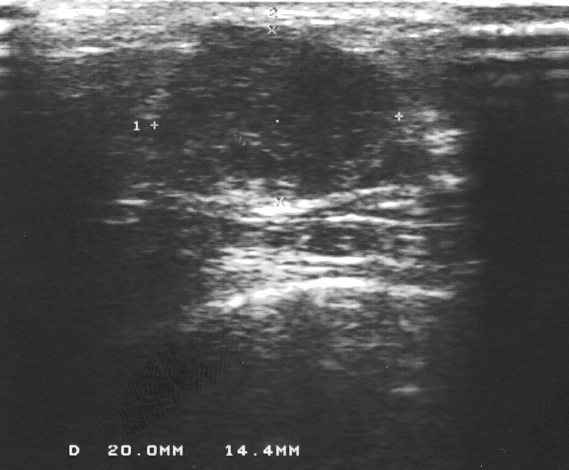
Acquired on GE Logiq 5 @10-12MHz. Imaging: breast ultrasound.
Lesion characteristics:
- BI-RADS category: 4